Acquired on GE Logiq 7 @10-14MHz. Imaging: breast ultrasound image.
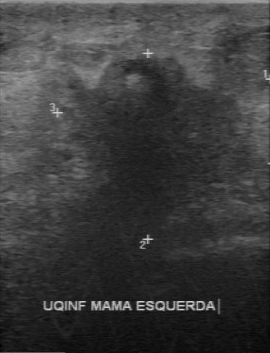
Lesion characteristics:
- BI-RADS category: 5
- histopathology: invasive ductal carcinoma
- biopsy or follow-up result: malignant